Imaging: breast US.
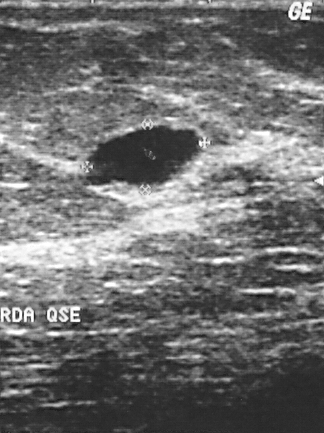
This breast US shows a mass. BI-RADS category 2. The biopsy result was cyst; the mass is benign.